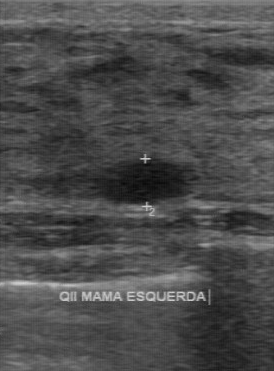
Modality: breast ultrasound scan.
Margin: regular. Confirmed outcome (biopsy or follow-up): benign. Echogenicity: hypoechoic. Lesion boundary: clear. Calcifications: none.